Imaging: breast ultrasound scan.
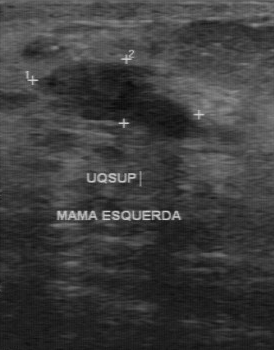
BI-RADS 4 in the original read. Findings on the second read (an independent reader): a hypoechoic finding, margin partially regular, boundary fairly clear. The biopsy result was fibroadenoma; the finding is benign.